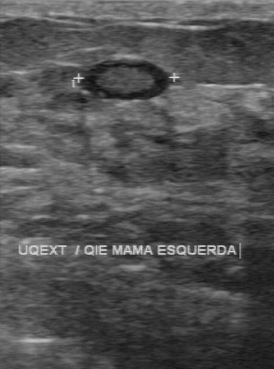
Imaging: breast ultrasound image.
The original reader assigned BI-RADS 2.
The following findings are from a second reader, independent of the original assessment.
The lesion has a regular margin.
No calcifications are seen.
Its boundary is clear.
Echo pattern: heterogeneous.
The biopsy result was fibroadenoma; the lesion is benign.